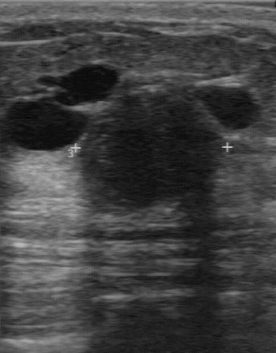
Breast US.
Lesion margin is regular. No calcifications are seen. The lesion boundary is clear. The pathology is cyst. Internal echoes are hypoechoic.